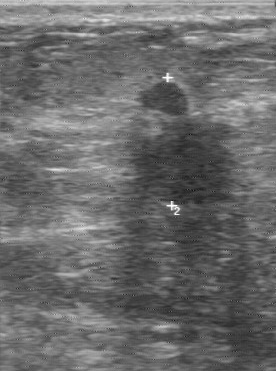
Breast US.
Original-read BI-RADS category: 4. A second, independent read describes the mass as follows. The lesion boundary is unclear. The mass has an irregular margin. Internally the mass is hypoechoic. There are no calcifications. The biopsy result was invasive ductal carcinoma; the mass is malignant.